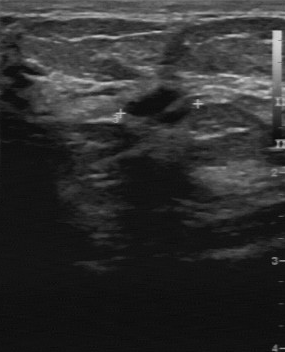
Scanner: GE Logiq 7 @10-14MHz. Breast ultrasound image.
The original reader assigned BI-RADS 3. Findings on the second read (an independent reader): a hypoechoic mass, margin partially regular, boundary fairly clear. The biopsy result was cyst; the mass is benign.